Breast ultrasound image.
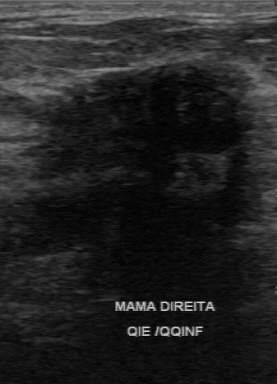
A breast lesion is seen with outcome on biopsy or follow-up: malignant, second-reader BI-RADS: 4B.